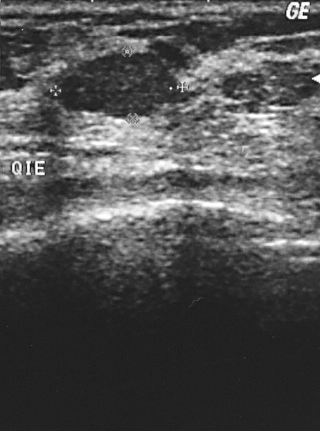
Modality: B-mode breast ultrasound.
BI-RADS category 2.
Histopathology: fibroadenoma (benign).